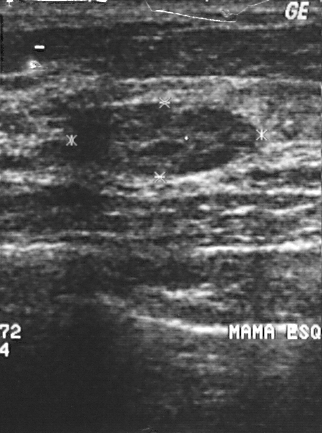
Imaging: B-mode breast ultrasound.
A breast lesion is present on this B-mode breast ultrasound. Assessment: BI-RADS 2. The biopsy result was fibroadenoma; the breast lesion is benign.